Breast ultrasound scan.
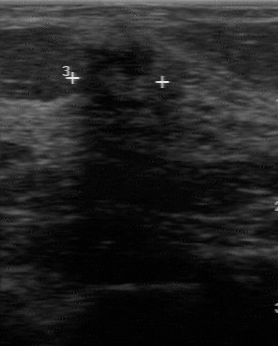
- margin: irregular
- internal echoes: heterogeneous
- boundary: clear
- calcifications: absent